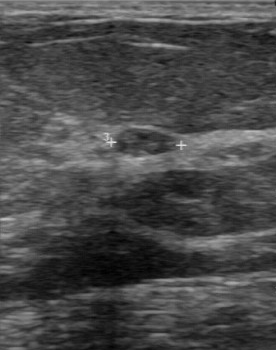
Breast US.
Breast US findings:
- echogenicity: hypoechoic
- calcifications: absent
- boundary: clear
- lesion margin: regular
- confirmed outcome (biopsy or follow-up): benign